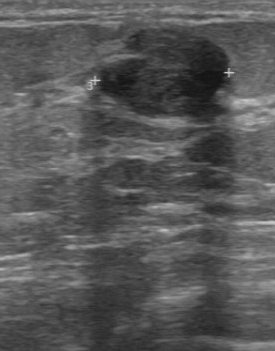
Scanner: GE Logiq 7 @10-14MHz. Breast sonogram.
Breast sonogram findings:
- BI-RADS category: 3